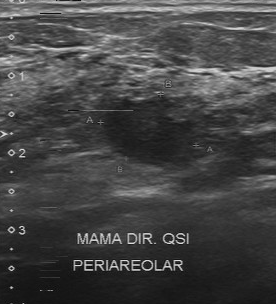
Modality: breast US. Acquired on Toshiba Aplio 300 @12-14 MHz.
Coordinates are pixels in the 276x304 image. The mass is located within the bounding box x1=100, y1=96, x2=215, y2=170. The mass is benign on biopsy or follow-up.